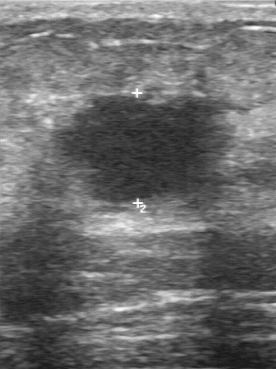
Modality: breast ultrasound image.
Lesion characteristics:
- outcome on biopsy or follow-up: malignant
- biopsy result: invasive ductal carcinoma
- BI-RADS category: 5